Imaging: B-mode breast ultrasound.
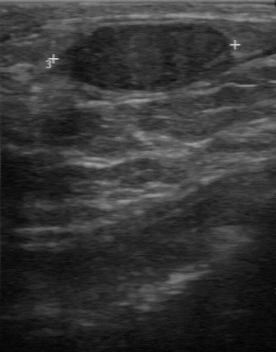
Outcome on biopsy or follow-up: benign. BI-RADS category: 2. Biopsy result: fibroadenoma.
OUTCOME ON BIOPSY OR FOLLOW-UP: benign.